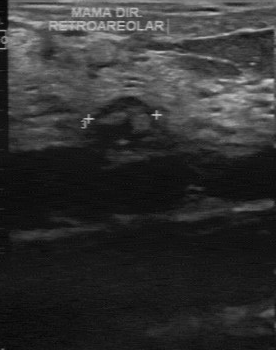
B-mode breast ultrasound.
This B-mode breast ultrasound shows a finding, benign on biopsy or follow-up.